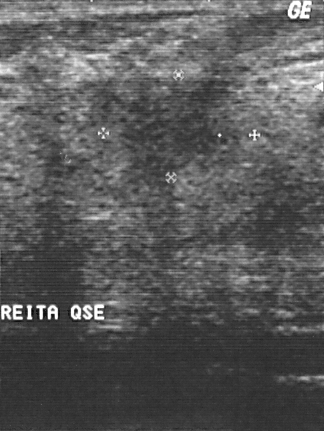
Modality: breast ultrasound scan.
Pixel coordinates (x1, y1, x2, y2): Lesion region of interest: [81, 63, 255, 183].